Imaging: breast ultrasound.
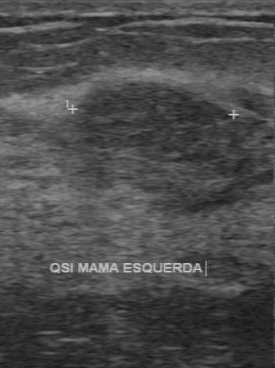
(coordinates in a 275x368 pixel frame) The lesion is located within the bounding box (75,80)-(226,150). The lesion is benign on biopsy or follow-up.